Modality: breast US.
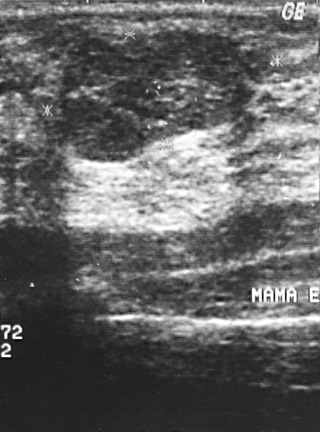
(coordinates in a 320x432 pixel frame) Segment the lesion: bounding box 59 32 257 160. The lesion is benign on biopsy or follow-up. BI-RADS 2.